Imaging: breast sonogram.
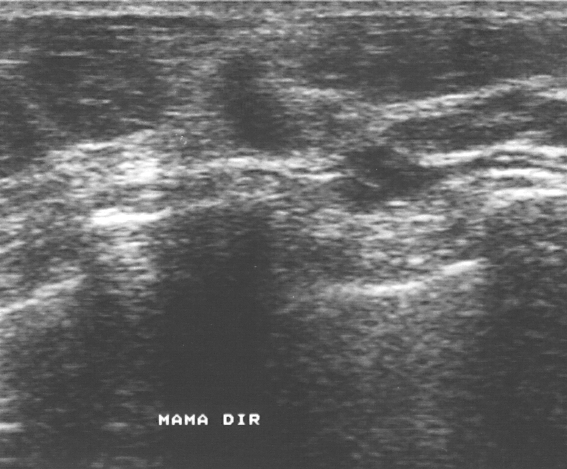
A lesion is seen. Assessment: BI-RADS 4. Biopsy showed invasive ductal carcinoma, a malignant finding.